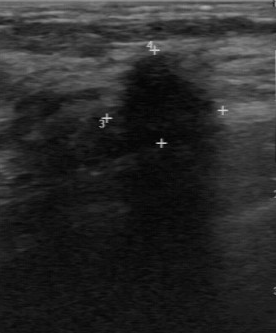
Imaging: breast ultrasound scan.
Lesion characteristics:
- BI-RADS on independent re-read: 4B
- calcifications: absent
- lesion boundary: unclear
- echo pattern: hypoechoic